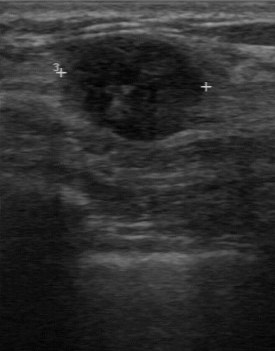
Imaging: breast sonogram.
Mass: malignant on biopsy or follow-up.